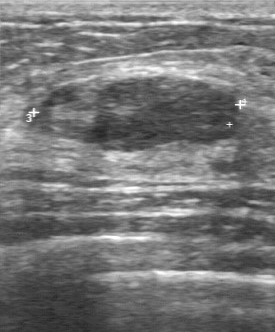
Modality: breast ultrasound scan.
Outcome on biopsy or follow-up: benign.